B-mode breast ultrasound.
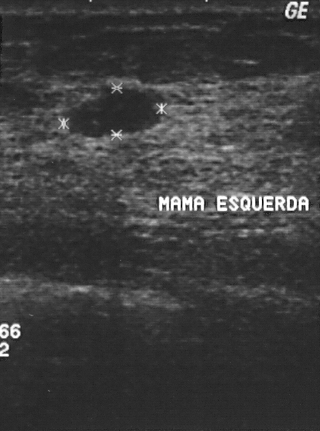
A breast lesion is seen. It was assessed as BI-RADS 2. Biopsy showed fibroadenoma, a benign finding.